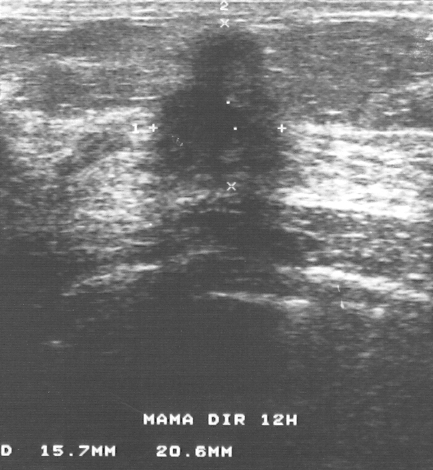
Acquired on GE Logiq 5 @10-12MHz. Imaging: breast ultrasound.
The biopsy result was invasive ductal carcinoma; the finding is malignant.
Assigned BI-RADS 5.